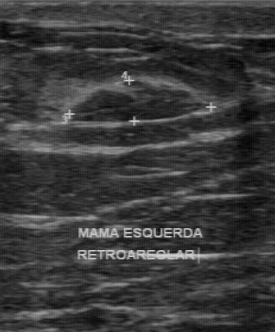
Modality: breast ultrasound scan.
Calcifications are absent. Margin: regular. BI-RADS (second read): 3. Outcome on biopsy or follow-up: benign. Lesion boundary is clear. The original BI-RADS is 3.